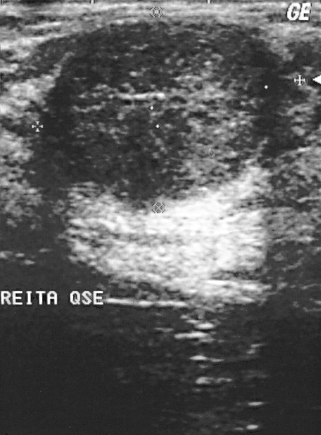
Breast ultrasound scan.
Pathology confirmed fibroadenoma. BI-RADS assessment: 2. Biopsy or follow-up result: benign.